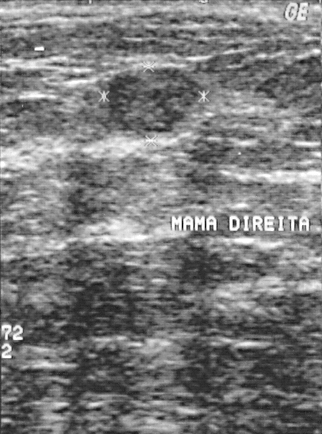
Imaging: breast ultrasound scan.
BI-RADS: 2.
OUTCOME ON BIOPSY OR FOLLOW-UP: benign.